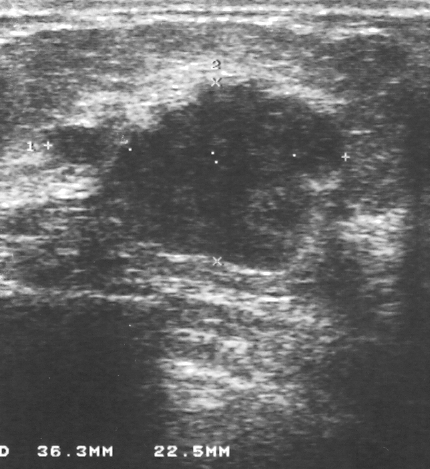
Breast ultrasound image.
Lesion characteristics:
- BI-RADS category: 5